Breast US.
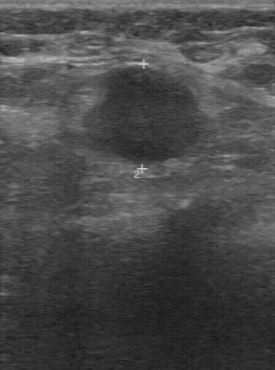
Contour: regular. Lesion boundary: clear. Internal echoes: hypoechoic. There are no calcifications.